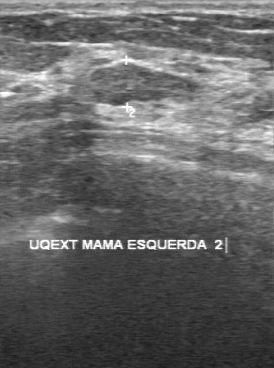
Breast US.
Biopsy result: fibroadenoma. The outcome on biopsy or follow-up is benign. Original BI-RADS: 3. BI-RADS on independent re-read is 3.